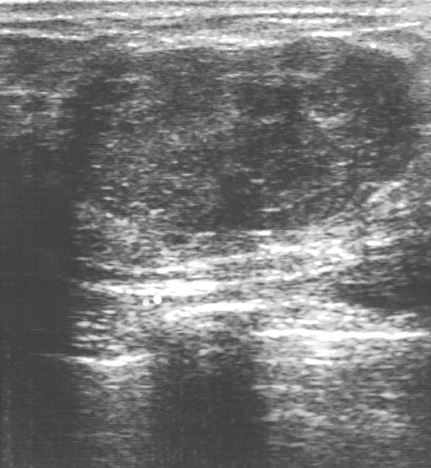
Imaging: breast US. Scanner: GE Logiq 5 @10-12MHz.
Lesion: benign on biopsy or follow-up.